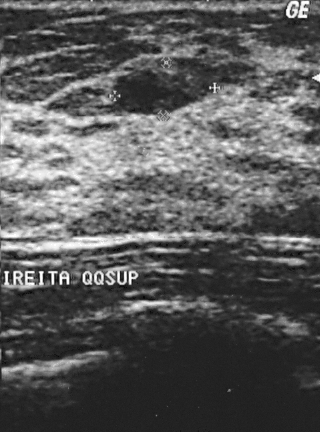
Imaging: breast ultrasound image.
Biopsy or follow-up result: benign.
Biopsy showed fibroadenoma.
The lesion is assessed as BI-RADS 2.